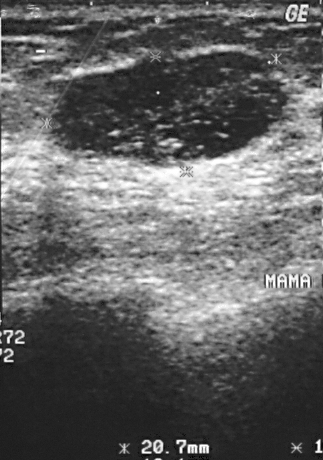
Breast ultrasound scan.
Lesion characteristics:
- confirmed outcome (biopsy or follow-up): benign
- BI-RADS category: 2
- histopathology: cyst